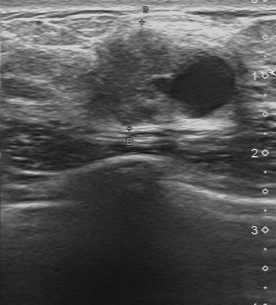
Breast ultrasound scan. Acquired on Toshiba Aplio 300 @12-14 MHz.
FINDINGS: Echogenicity: mixed cystic and solid. Contour: partially regular. Calcifications: absent. Boundary: somewhat unclear.